Imaging: breast ultrasound image.
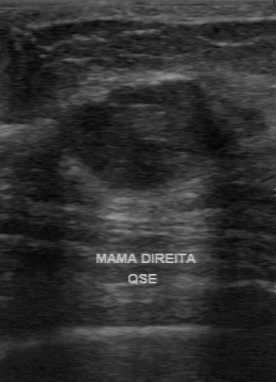
Lesion characteristics:
- confirmed outcome (biopsy or follow-up): benign
- BI-RADS category: 3